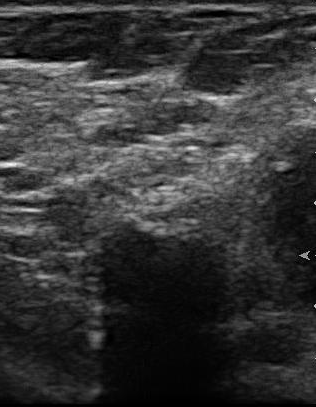
Breast ultrasound scan.
Coordinates are pixels in the 316x407 image. The breast lesion occupies approximately 101 232 227 321. The breast lesion is benign on biopsy or follow-up. BI-RADS 3.